Modality: breast ultrasound scan.
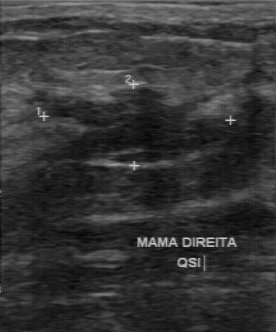
Lesion characteristics:
- BI-RADS on independent re-read: 4A
- margin: partially regular